Imaging: B-mode breast ultrasound. Scanner: Toshiba Aplio 300 @12-14 MHz.
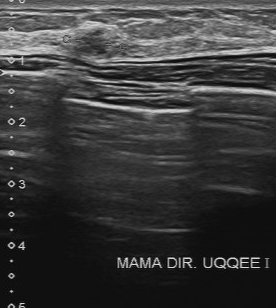
Outcome on biopsy or follow-up: benign.